Modality: breast ultrasound image.
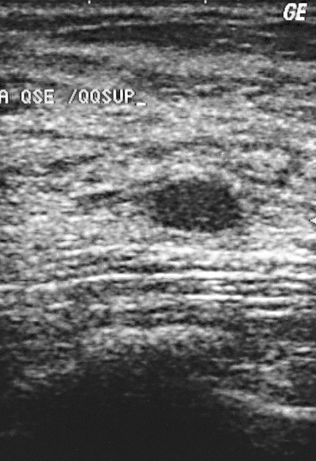
The pathology is fibroadenoma. Biopsy or follow-up result: benign. The BI-RADS assessment is 3.